Scanner: GE Logiq 5 @10-12MHz. Imaging: breast ultrasound scan.
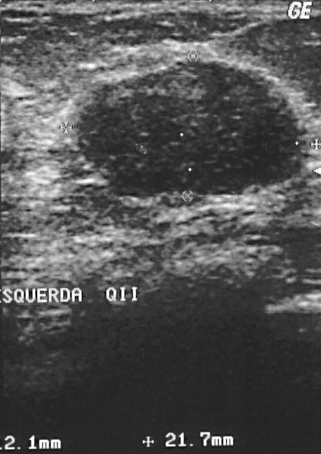
The breast lesion is benign on biopsy or follow-up. (BI-RADS category 2.)